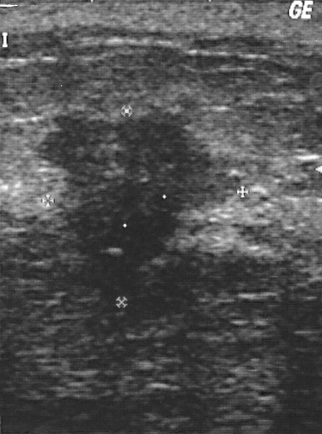
Modality: breast sonogram.
Breast sonogram findings:
- pathology: invasive ductal carcinoma
- BI-RADS category: 4